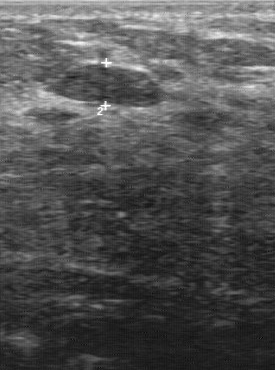
Breast ultrasound.
BI-RADS 4 in the original read; on a second read the margin is regular, the boundary clear and the breast lesion hypoechoic. Calcifications: none. Pathology confirmed benign fibroadenoma.